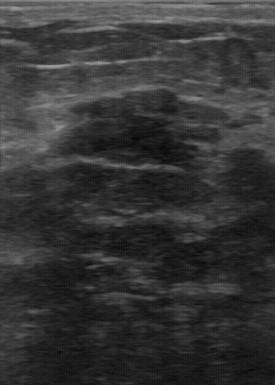
Modality: breast US.
FINDINGS: Biopsy result: fibroadenoma. Calcifications: none. Boundary: fairly clear. Second-reader BI-RADS: 3. Lesion margin: partially regular.
OUTCOME ON BIOPSY OR FOLLOW-UP: benign.